Modality: breast ultrasound.
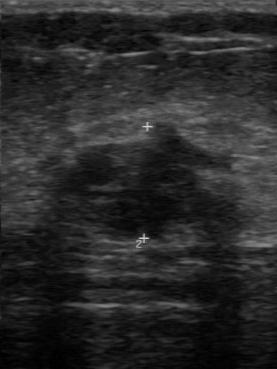
FINDINGS: BI-RADS category: 4. Confirmed outcome (biopsy or follow-up): malignant.
OUTCOME ON BIOPSY OR FOLLOW-UP: malignant.